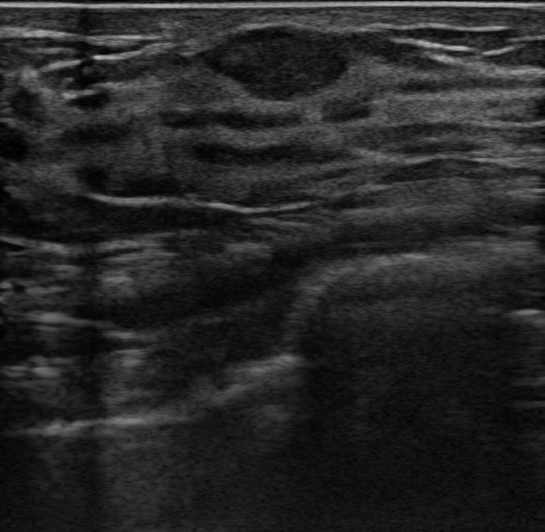
Breast US. 35-year-old patient.
Findings: an oval lesion of hypoechoic echotexture with a circumscribed margin. There are no posterior acoustic features. There is no echogenic halo. The lesion is categorized as BI-RADS 3; on biopsy or follow-up it was benign. Radiologic interpretation: Fibroadenoma. Biopsy confirmed fibroadenoma.